Patient age: 63. Imaging: breast ultrasound image.
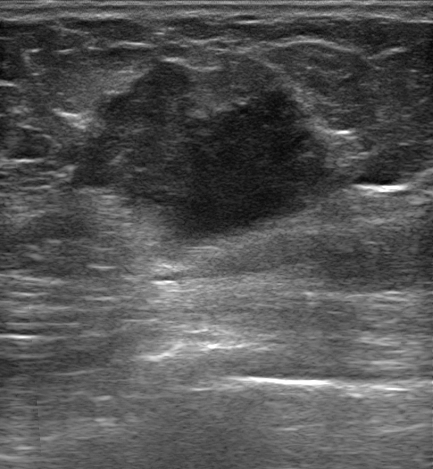
There are no calcifications. The posterior features are enhancement. Skin thickening: none. Echotexture is heterogeneous. Margin is not circumscribed - angular and indistinct. The BI-RADS assessment is 5. Biopsy or follow-up result: malignant.